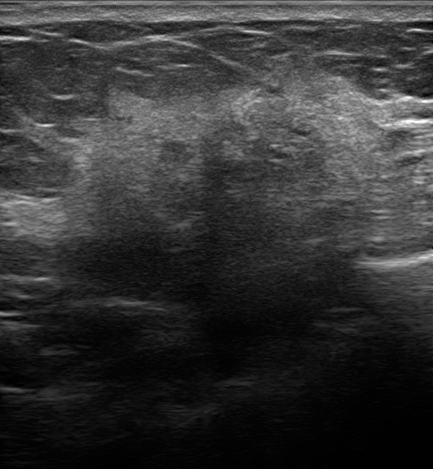
Modality: B-mode breast ultrasound.
This breast lesion proved malignant on biopsy or follow-up. Biopsy confirmed invasive carcinoma of no special type (NST). Radiologist's impression: Suspicion of malignancy; Dysplasia; Fibroadenoma; Intraductal papilloma. BI-RADS assessment: 5. There is an echogenic halo. Internally the breast lesion is heterogeneous. Calcifications: none. Posterior features: shadowing. No skin thickening is seen. The breast lesion is irregular in shape. The margin is not circumscribed (indistinct).